Breast ultrasound scan.
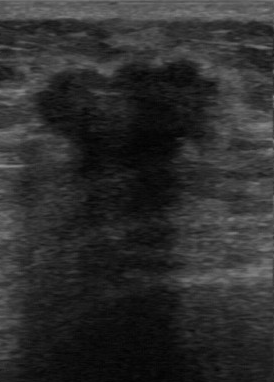
BI-RADS 4 in the original read; on a second read the margin is irregular, the boundary unclear and the lesion hypoechoic. There are no calcifications. Histopathology: invasive ductal carcinoma (malignant).